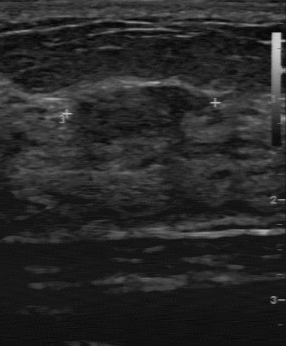
Scanner: GE Logiq 7 @10-14MHz. Modality: B-mode breast ultrasound.
The mass is benign on biopsy or follow-up. BI-RADS 4.